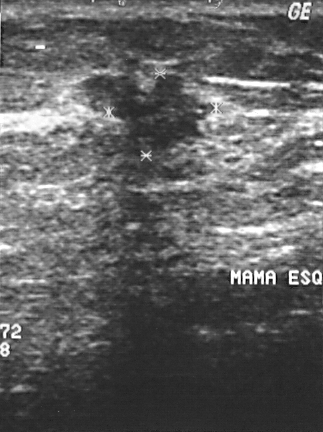
Breast ultrasound.
Lesion characteristics:
- BI-RADS category: 4
- histopathology: invasive lobular carcinoma
- outcome on biopsy or follow-up: malignant